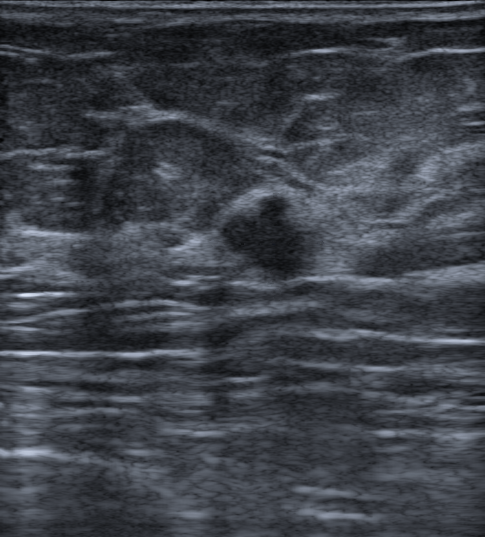
Imaging: B-mode breast ultrasound. Background echotexture is heterogeneous: predominantly fat. 60-year-old patient.
Pixel coordinates (x1, y1, x2, y2): Mass bounding box: 223 192 318 281. The mass is malignant on biopsy or follow-up. BI-RADS 4B.